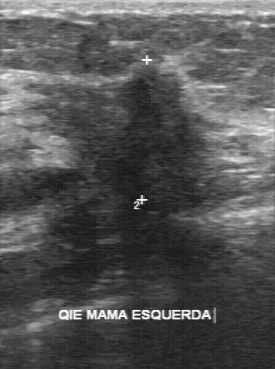
Imaging: breast US.
Coordinates are pixels in the 275x369 image. Lesion bounding box: top-left (27, 65), bottom-right (214, 210).